Acquired on GE Logiq 7 @10-14MHz. Modality: breast ultrasound.
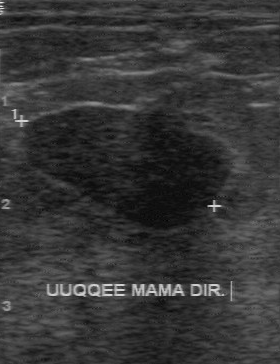
Original-read BI-RADS category: 2. On a second, independent read, a lesion with a regular margin and a clear boundary is seen; it is hypoechoic. Pathology confirmed benign fibroadenoma.